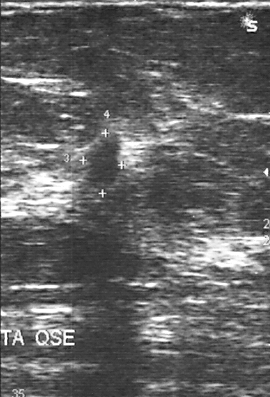
Imaging: breast ultrasound scan.
(coordinates in a 270x397 pixel frame) The finding is located within the bounding box [81, 130, 124, 190]. The finding is malignant on biopsy or follow-up.